Imaging: breast US.
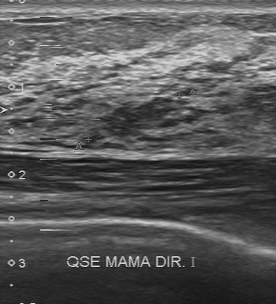
Independent BI-RADS assessment is 4A. The echo pattern is slightly hypoechoic. Boundary is somewhat unclear. Calcifications are suspected. The confirmed outcome (biopsy or follow-up) is benign. The BI-RADS (first reader) is 4. Lesion margin: partially regular.